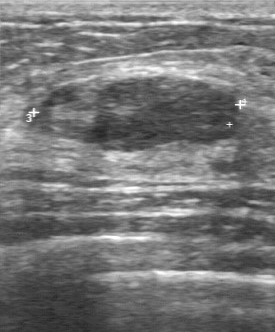
B-mode breast ultrasound.
Lesion characteristics:
- echo pattern: slightly hypoechoic
- lesion boundary: clear
- calcifications: none
- margin: regular